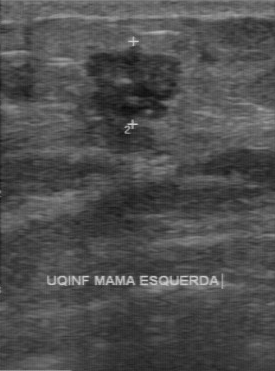
Imaging: breast ultrasound image.
Original BI-RADS: 5. No calcifications are seen. The confirmed outcome (biopsy or follow-up) is malignant. The boundary is somewhat unclear. The echogenicity is hypoechoic. BI-RADS (second read) is 4A. Lesion margin: partially regular.